Acquired on GE Logiq 7 @10-14MHz. Imaging: breast US.
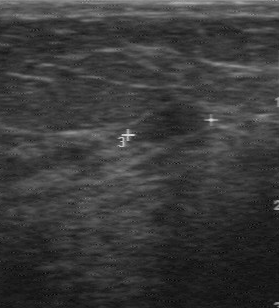
Pixel coordinates (x1, y1, x2, y2): Finding bounding box: (131,101)-(210,144).